Imaging: breast ultrasound scan. Acquired on GE Logiq 7 @10-14MHz.
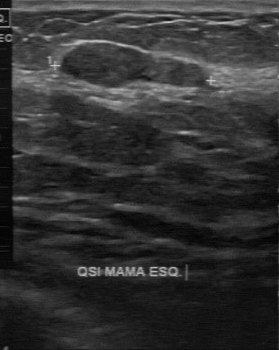
No calcifications are seen. Lesion margin is regular. Outcome on biopsy or follow-up: benign. BI-RADS on independent re-read is 3. The boundary is clear. Echogenicity is slightly hypoechoic. The original BI-RADS is 3.